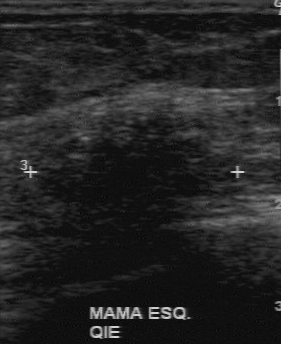
Modality: breast ultrasound image. Acquired on GE Logiq 7 @10-14MHz.
BI-RADS category: 4.
OUTCOME ON BIOPSY OR FOLLOW-UP: malignant.